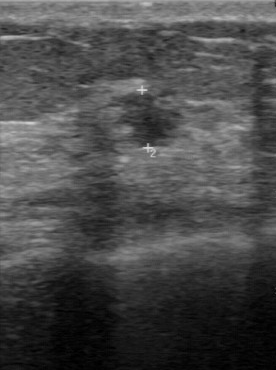
Breast ultrasound scan.
Finding: breast lesion, benign on biopsy or follow-up. (BI-RADS category 4.)